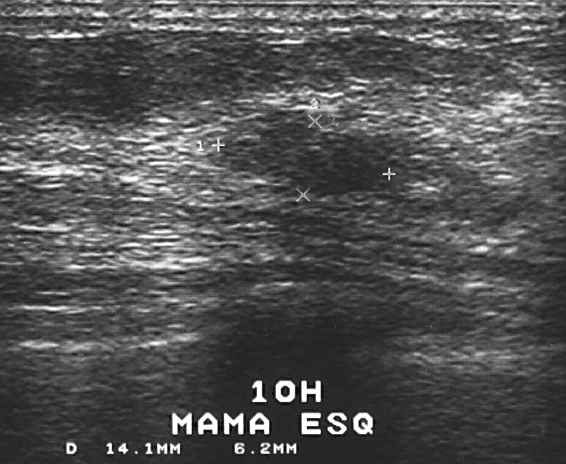
B-mode breast ultrasound. Acquired on GE Logiq 5 @10-12MHz.
Outcome on biopsy or follow-up: benign.